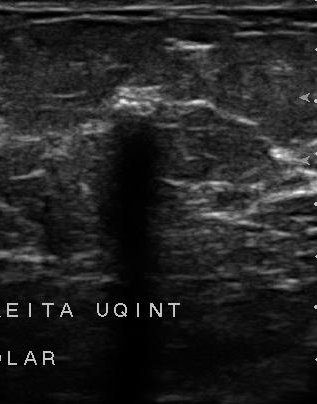
Breast sonogram.
Boundary is unclear. Contour: irregular. There are no calcifications. Echogenicity is hypoechoic.